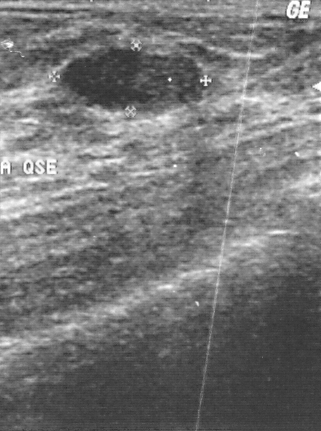
Imaging: breast ultrasound scan. Scanner: GE Logiq 5 @10-12MHz.
The breast lesion is located within the bounding box (64,50)-(202,112).